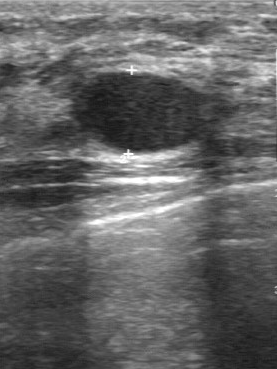
Imaging: breast US. Acquired on GE Logiq 7 @10-14MHz.
This breast US shows a breast lesion, benign on biopsy or follow-up. BI-RADS 2.